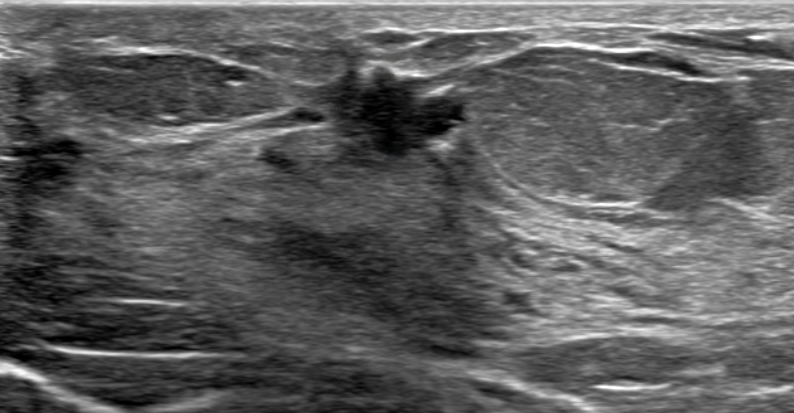
Breast ultrasound.
- echotexture: hypoechoic
- echogenic halo: none
- verification: confirmed by biopsy
- shape: irregular
- posterior acoustic features: combined
- BI-RADS category: 5
- lesion margin: not circumscribed - angular and indistinct
- confirmed outcome (biopsy or follow-up): malignant
- skin thickening: none